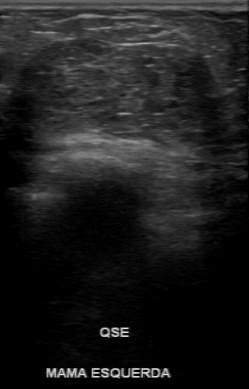
B-mode breast ultrasound. Acquired on GE Logiq 7 @10-14MHz.
Lesion margin is regular. Calcifications are absent. Confirmed outcome (biopsy or follow-up): malignant. Internal echoes are hypoechoic. Lesion boundary: somewhat unclear.